Scanner: GE Logiq 5 @10-12MHz. Imaging: breast US.
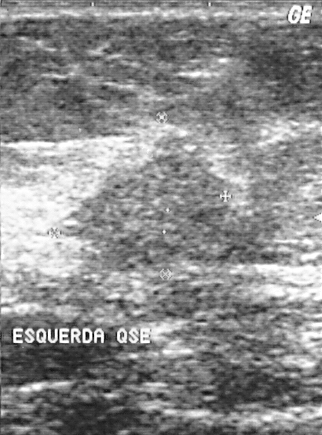
BI-RADS category is 4. The confirmed outcome (biopsy or follow-up) is benign.